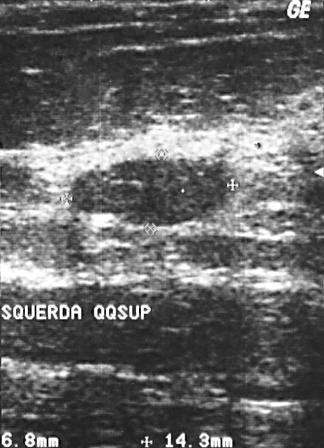
Imaging: breast ultrasound.
Mass: benign on biopsy or follow-up. (BI-RADS category 2.)